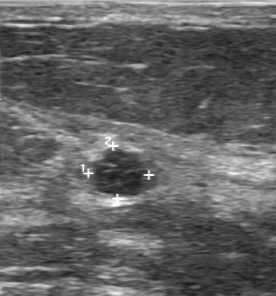
Imaging: breast ultrasound.
FINDINGS: Breast ultrasound. Echo pattern: slightly hypoechoic. Lesion boundary: clear. Lesion margin: regular. Calcifications: absent. Histopathology: fibroadenoma.
OUTCOME ON BIOPSY OR FOLLOW-UP: benign.